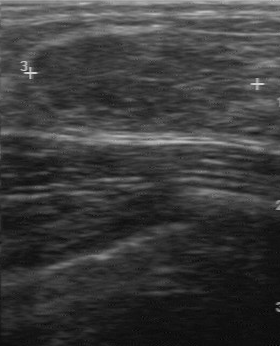
Breast ultrasound.
Outcome on biopsy or follow-up: benign. BI-RADS 3.